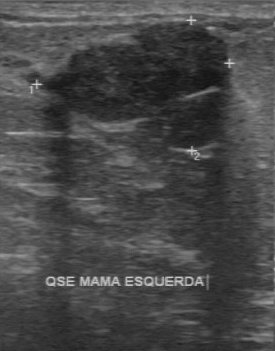
Breast ultrasound scan.
The original reader assigned BI-RADS 3.
A second, independent read describes the lesion as follows.
The margin is regular.
The lesion boundary is fairly clear.
Echo pattern: hypoechoic.
Calcifications: none.
The biopsy result was fibroadenoma; the lesion is benign.